68-year-old patient. Modality: breast ultrasound scan. Background tissue composition: heterogeneous: predominantly fat.
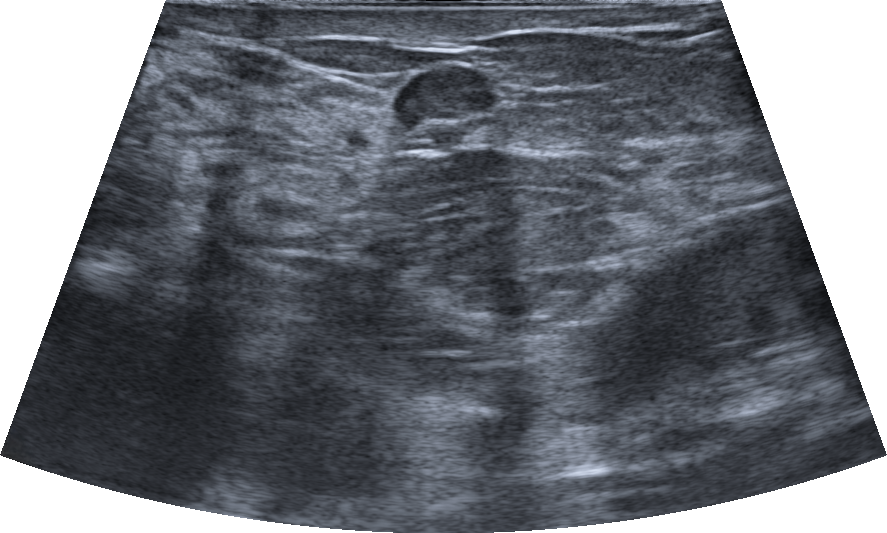
There is no echogenic halo. Verification is confirmed by follow-up care. There is no skin thickening. BI-RADS is 3. The echotexture is hypoechoic. There are no calcifications. Shape: oval. There are no posterior features.